Modality: breast ultrasound scan.
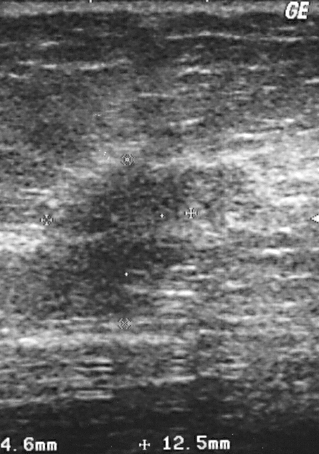
Biopsy or follow-up result: malignant. BI-RADS category 4. The biopsy result was invasive ductal carcinoma.